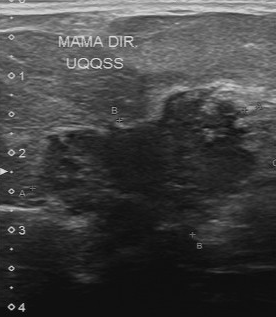
Imaging: breast US.
Outcome on biopsy or follow-up: malignant.